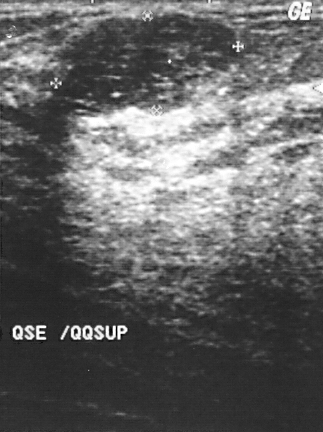
Scanner: GE Logiq 5 @10-12MHz. Breast ultrasound scan.
The biopsy result was fibroadenoma; the lesion is benign.
This lesion proved benign on biopsy or follow-up.
BI-RADS assessment: 2.